Modality: breast ultrasound image.
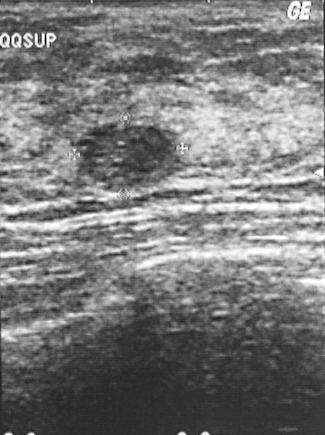
This breast ultrasound image shows a breast lesion. Assessment: BI-RADS 2. Pathology confirmed benign fibroadenoma.